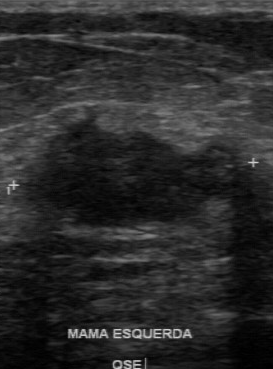
Imaging: breast US.
Pixel coordinates (x1, y1, x2, y2): The mass is located within the bounding box (22, 106) to (253, 232). BI-RADS 4.